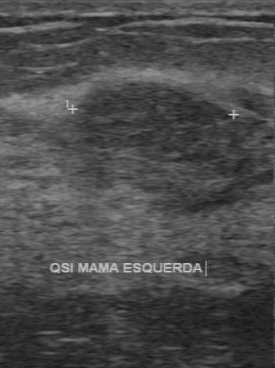
Breast ultrasound.
BI-RADS on independent re-read: 3. BI-RADS (first reader): 4.
OUTCOME ON BIOPSY OR FOLLOW-UP: benign.